Acquired on GE Logiq 7 @10-14MHz. Modality: breast ultrasound image.
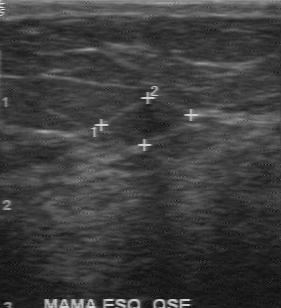
The breast lesion is benign on biopsy or follow-up. (BI-RADS category 2.)